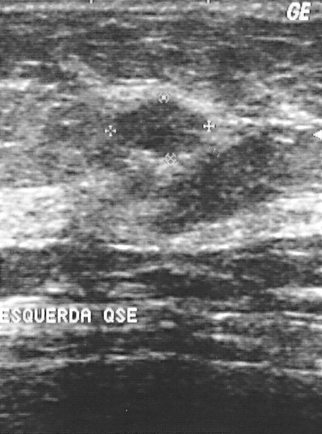
Modality: breast ultrasound image.
Confirmed outcome (biopsy or follow-up): benign. BI-RADS: 2. Histopathology: fibrocystic changes.
OUTCOME ON BIOPSY OR FOLLOW-UP: benign.